Imaging: B-mode breast ultrasound.
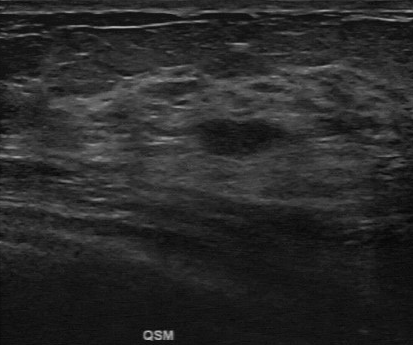
Outcome on biopsy or follow-up: benign.